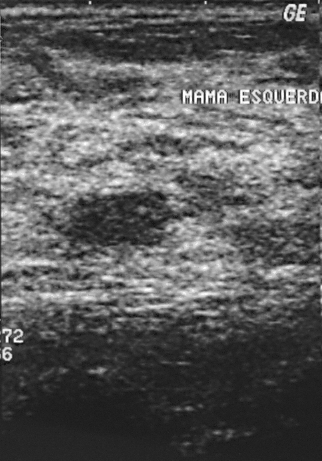
Scanner: GE Logiq 5 @10-12MHz. Imaging: breast ultrasound scan.
(coordinates in a 322x461 pixel frame) Breast lesion bounding box: x1=70, y1=193, x2=170, y2=248.